Imaging: B-mode breast ultrasound.
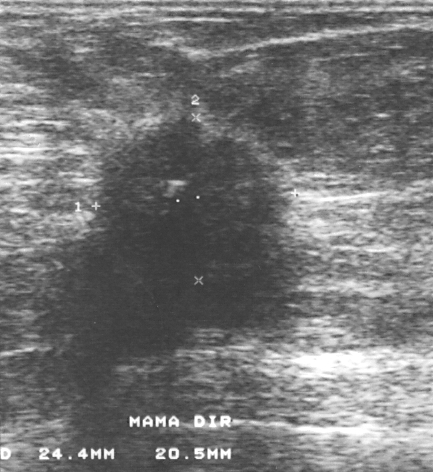
The breast lesion is located within the bounding box top-left (47, 115), bottom-right (289, 360). The breast lesion is malignant on biopsy or follow-up.